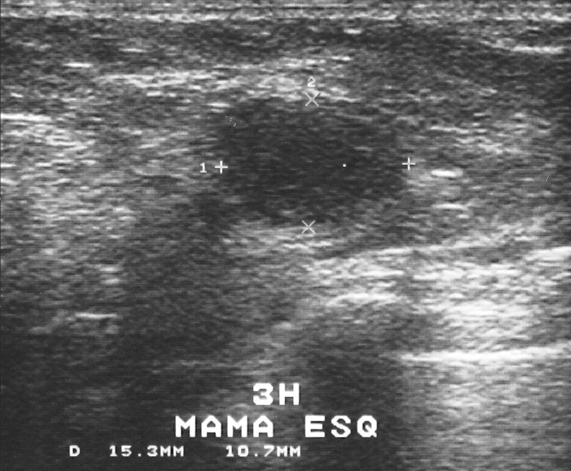
Breast US.
(coordinates in a 571x471 pixel frame) Lesion region of interest: [208, 96, 403, 223]. The breast lesion is benign on biopsy or follow-up.